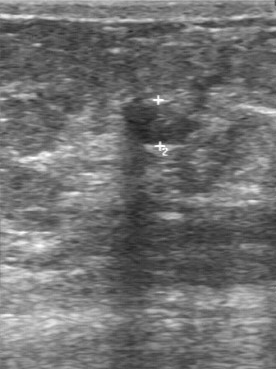
Scanner: GE Logiq 7 @10-14MHz. Breast ultrasound scan.
Lesion characteristics:
- BI-RADS (first reader): 3
- independent BI-RADS assessment: 3
- internal echoes: slightly hypoechoic
- boundary: clear